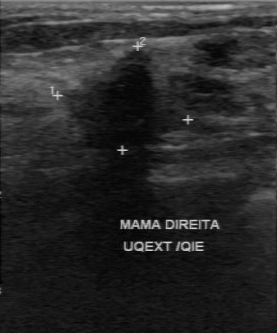
B-mode breast ultrasound.
BI-RADS 5 in the original read; on a second read the margin is irregular, the boundary somewhat unclear and the finding hypoechoic. Biopsy showed invasive ductal carcinoma, a malignant finding.